Breast ultrasound.
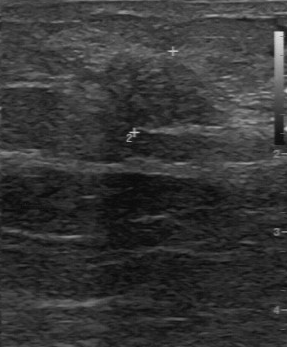
Pixel coordinates (x1, y1, x2, y2): The mass occupies approximately top-left (103, 53), bottom-right (229, 129).